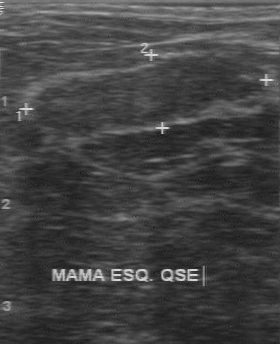
Imaging: breast US.
The finding is benign on biopsy or follow-up. (BI-RADS category 3.)